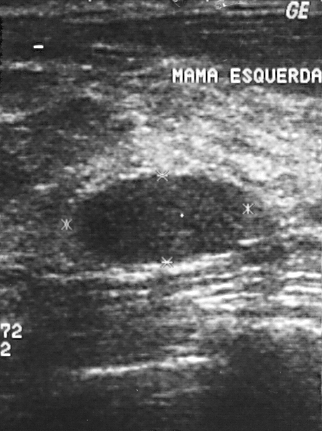
Modality: breast sonogram.
Biopsy or follow-up result: benign.
Assigned BI-RADS 2.
Pathology confirmed fibroadenoma.